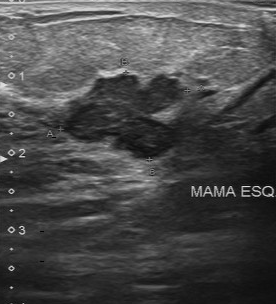
Breast sonogram.
Pixel coordinates (x1, y1, x2, y2): The mass is located within the bounding box x1=61, y1=72, x2=186, y2=156.